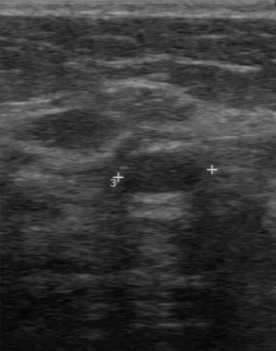
Acquired on GE Logiq 7 @10-14MHz. Modality: breast ultrasound.
The mass occupies approximately [119, 152, 202, 194]. The mass is benign on biopsy or follow-up. BI-RADS 3.